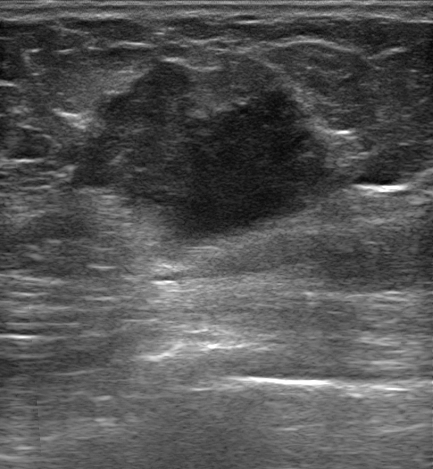
Modality: B-mode breast ultrasound.
Findings: an irregular breast lesion of heterogeneous echotexture with margins that are not circumscribed (angular and indistinct). There is posterior acoustic enhancement. Echogenic halo: present. BI-RADS 5; outcome on biopsy or follow-up: malignant. Biopsy result: Mucinous carcinoma.